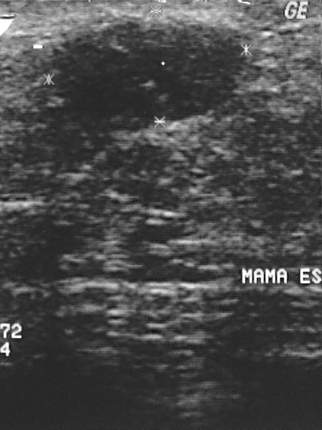
Imaging: breast sonogram.
Breast sonogram findings:
- BI-RADS assessment: 2
- confirmed outcome (biopsy or follow-up): benign
- pathology: fibroadenoma